B-mode breast ultrasound.
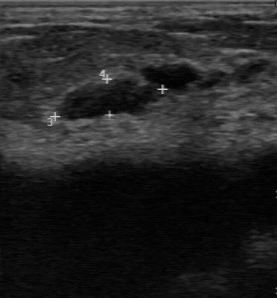
Original-read BI-RADS category: 2. On a second, independent read, a breast lesion with a regular margin and a clear boundary is seen; it is hypoechoic. Pathology confirmed benign cyst.